Acquired on GE Logiq 7 @10-14MHz. Modality: breast ultrasound.
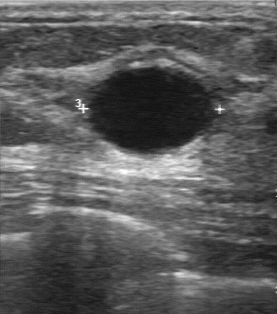
This breast ultrasound shows a finding, benign on biopsy or follow-up.